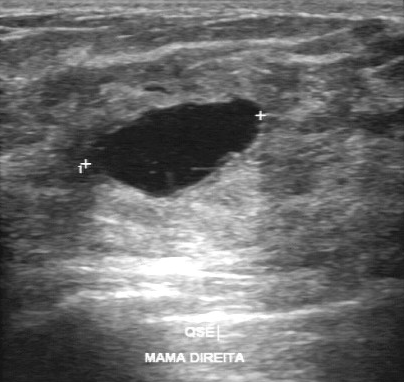
Scanner: GE Logiq 7 @10-14MHz. Modality: breast ultrasound image.
The lesion was assessed as BI-RADS 2 by the original reader. Descriptors from an independent second read (not the reader who assigned the category): Margin: regular. Its boundary is clear. Echo pattern: anechoic. No calcifications are seen. Biopsy showed cyst, a benign finding.